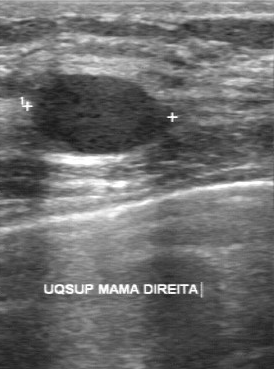
Imaging: breast ultrasound.
Coordinates are pixels in the 274x369 image. The lesion occupies approximately [40, 74, 157, 154]. The lesion is benign on biopsy or follow-up.